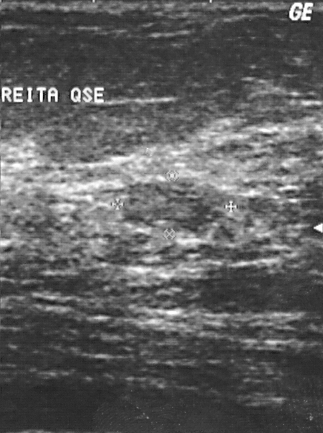
Breast ultrasound scan.
(coordinates in a 323x433 pixel frame) The lesion is located within the bounding box (119,181)-(224,228). The lesion is benign on biopsy or follow-up.